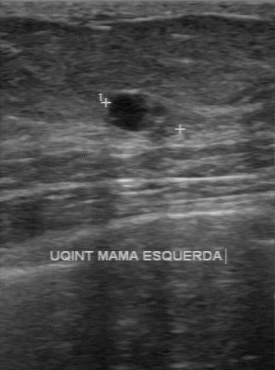
Breast US.
Pixel coordinates (x1, y1, x2, y2): Lesion region of interest: [108, 93, 169, 131].